B-mode breast ultrasound.
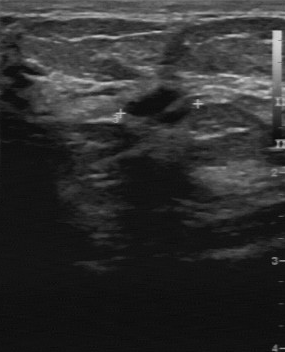
- BI-RADS on independent re-read: 3